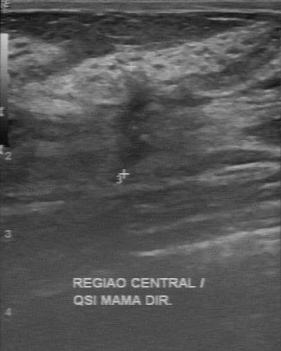
Breast sonogram.
This breast sonogram shows a lesion with irregular lesion margin, unclear boundary, slightly hypoechoic echo pattern, calcifications: absent.